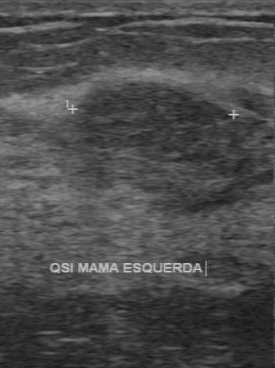
B-mode breast ultrasound.
- calcifications: none
- echogenicity: slightly hypoechoic
- boundary: fairly clear
- lesion margin: regular
- histopathology: fibroadenoma
- confirmed outcome (biopsy or follow-up): benign